Imaging: B-mode breast ultrasound.
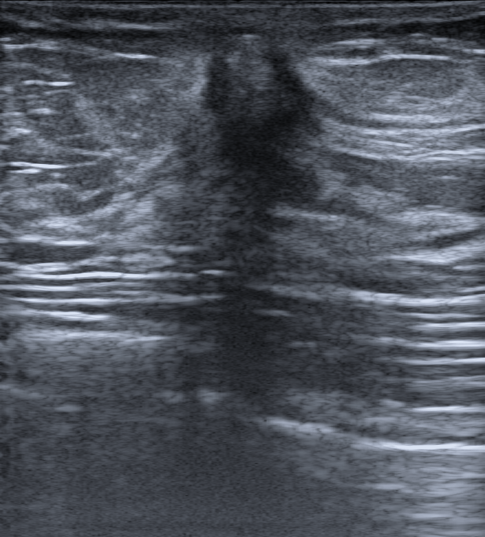
Outcome on biopsy or follow-up: malignant. (BI-RADS category 5.)